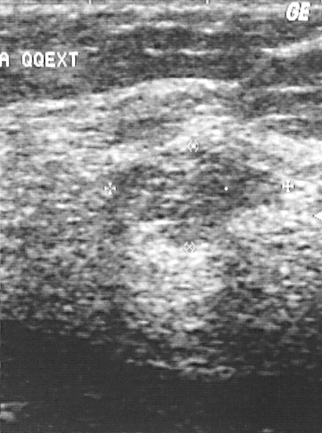
Modality: breast sonogram. Acquired on GE Logiq 5 @10-12MHz.
Biopsy or follow-up result: benign. (BI-RADS category 3.)